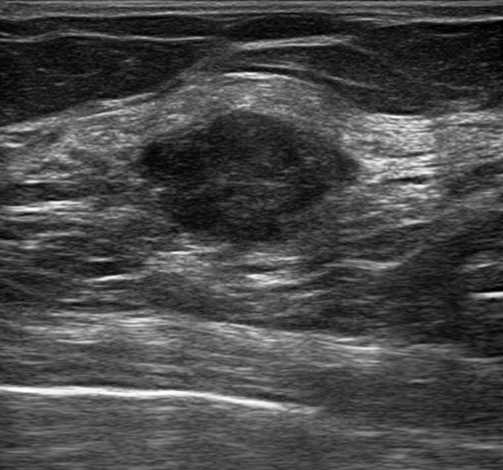
Modality: breast ultrasound. Patient age: 69.
Findings: an irregular breast lesion of hypoechoic echotexture with a circumscribed margin. There are no posterior features. Calcifications: none. There is no skin thickening. The breast lesion is categorized as BI-RADS 4B; on biopsy or follow-up it was malignant. Radiologist's impression: Suspicion of malignancy; Fibroadenoma; Intraductal papilloma. Biopsy confirmed ductal carcinoma in situ (DCIS).